Modality: breast sonogram.
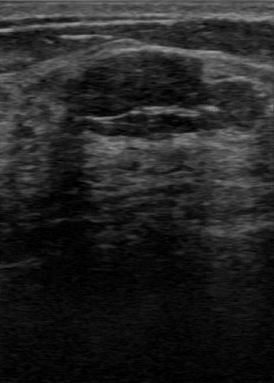
Pixel coordinates (x1, y1, x2, y2): The lesion occupies approximately 65 52 210 137.